B-mode breast ultrasound.
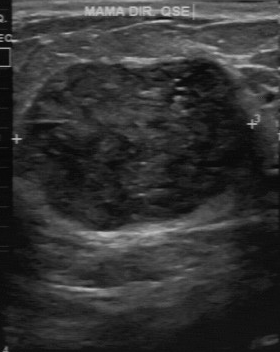
Outcome on biopsy or follow-up: benign. BI-RADS assessment: 3.
OUTCOME ON BIOPSY OR FOLLOW-UP: benign.